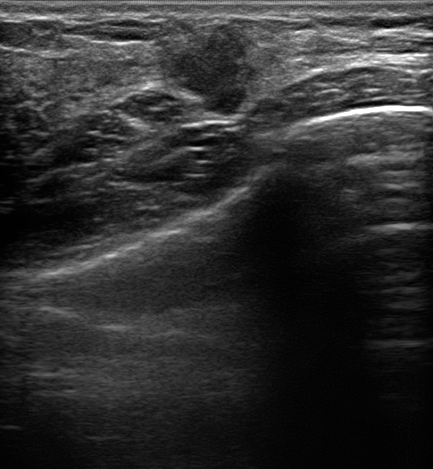
Patient age: 34. Breast sonogram.
This breast sonogram shows a lesion with hypoechoic echotexture, calcifications: absent, BI-RADS assessment: 4C, biopsy or follow-up result: malignant, differential: Suspicion of malignancy; Dysplasia; Fibroadenoma; Intraductal papilloma, echogenic halo: present, not circumscribed - angular and indistinct margin, posterior acoustic features: enhancement.